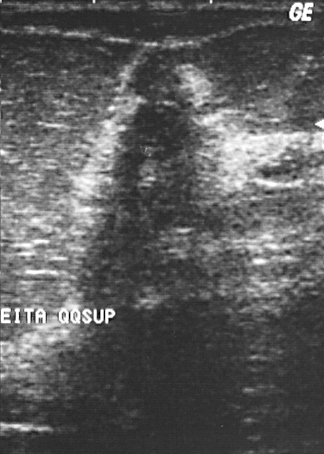
Imaging: breast US.
A mass is seen. BI-RADS category 5. Histopathology: fibrocystic changes (benign).